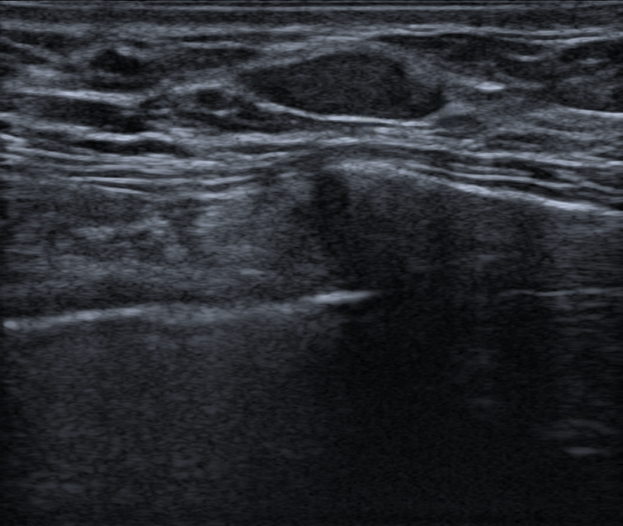
Breast ultrasound. 46-year-old patient.
The breast lesion is oval and hypoechoic; its margin is circumscribed. There are no posterior acoustic features. Skin thickening: none. There is no echogenic halo. BI-RADS assessment: 3; biopsy or follow-up result: benign. Differential on reading: Fibroadenoma. The finding was confirmed by follow-up care.